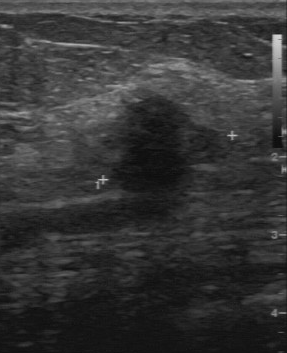
Imaging: breast sonogram. Scanner: GE Logiq 7 @10-14MHz.
The breast lesion demonstrates independent BI-RADS assessment: 4B, biopsy result: medullary carcinoma.